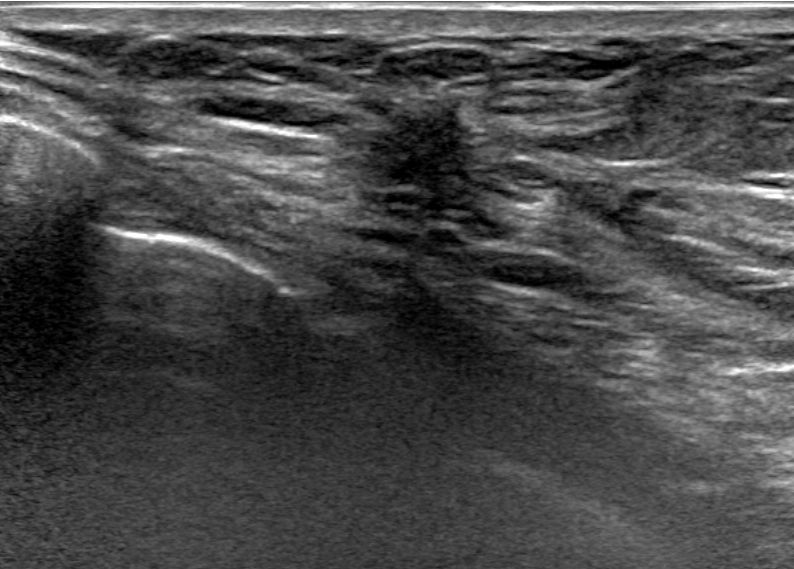
Background tissue composition: heterogeneous: predominantly fat. B-mode breast ultrasound.
(coordinates in a 794x569 pixel frame) Lesion region of interest: top-left (347, 94), bottom-right (482, 221). The finding is malignant on biopsy or follow-up.